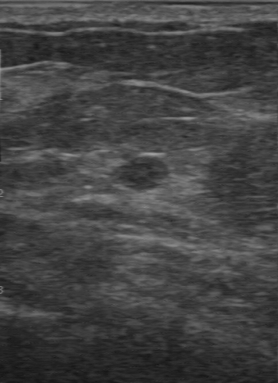
Imaging: breast ultrasound.
Original-read BI-RADS category: 3. Findings on the second read (an independent reader): a hypoechoic breast lesion, margin regular, boundary fairly clear. Calcifications: none. Histopathology: invasive ductal carcinoma (malignant).